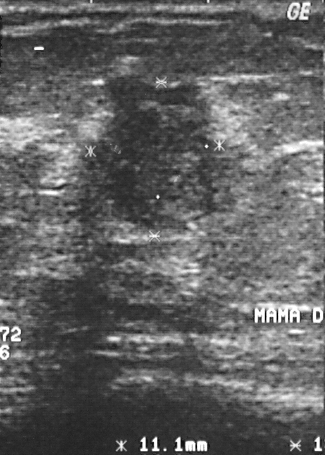
Scanner: GE Logiq 5 @10-12MHz. Breast US.
(coordinates in a 325x455 pixel frame) Segment the mass: bounding box top-left (87, 72), bottom-right (221, 235). The mass is malignant on biopsy or follow-up.